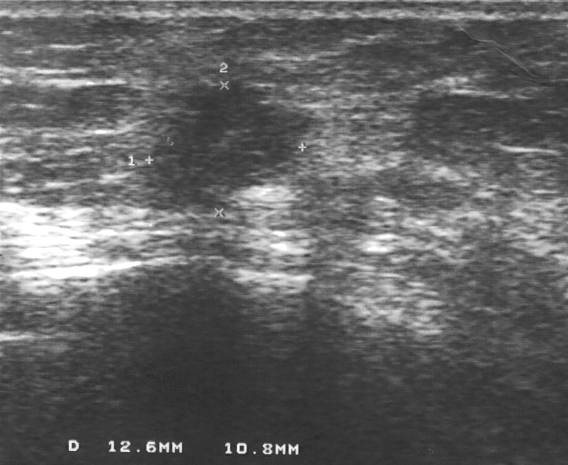
Imaging: breast sonogram.
(coordinates in a 568x465 pixel frame) Lesion region of interest: 125 82 326 217.